Breast ultrasound scan.
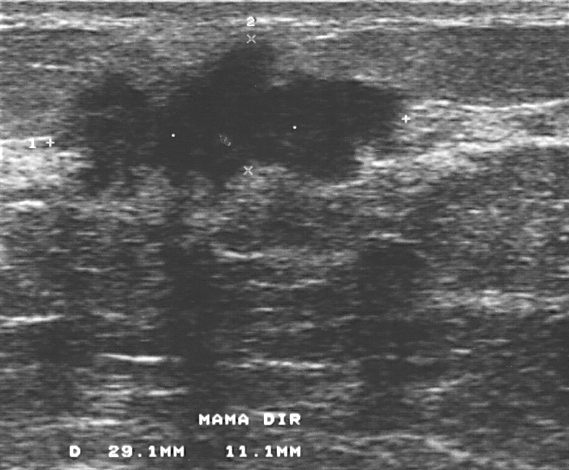
The breast lesion is malignant on biopsy or follow-up. BI-RADS 4.